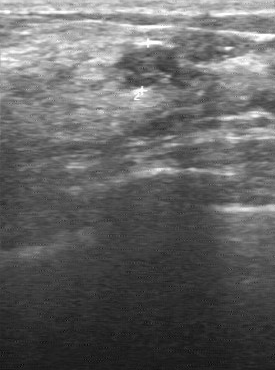
Imaging: breast US.
BI-RADS 3 in the original read; on a second read the margin is regular, the boundary clear and the breast lesion hypoechoic. Histopathology: fibroadenoma (benign).